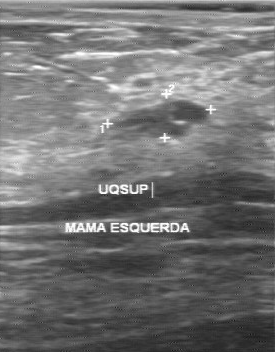
Modality: breast sonogram.
Pixel coordinates (x1, y1, x2, y2): The lesion occupies approximately x1=108, y1=99, x2=208, y2=141.